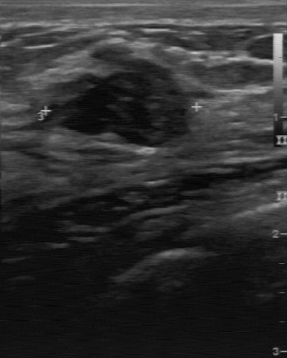
Modality: breast ultrasound.
This breast ultrasound shows a mass with BI-RADS (first reader): 3, second-reader BI-RADS: 4A.